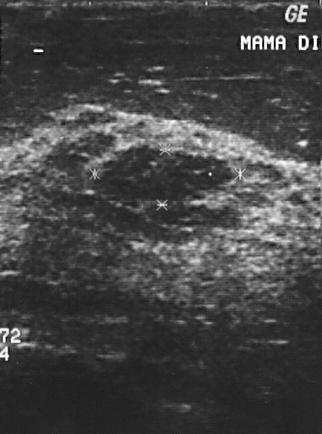
Scanner: GE Logiq 5 @10-12MHz. Imaging: breast ultrasound.
This breast ultrasound shows a mass, benign on biopsy or follow-up.